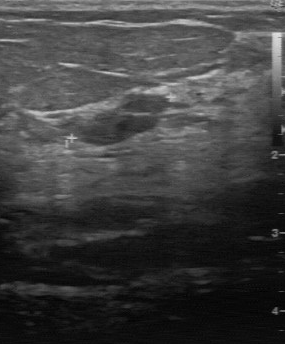
Modality: breast ultrasound scan.
The original reader assigned BI-RADS 3.
On a second read by an independent reader:
Echo pattern: slightly hypoechoic.
The breast lesion has a regular margin.
The lesion boundary is clear.
There are no calcifications.
Histopathology: fibroadenoma (benign).